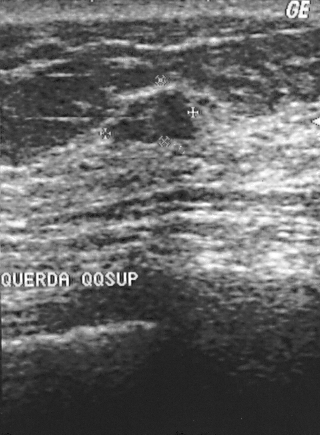
Breast US.
This breast US shows a mass with BI-RADS assessment: 2.